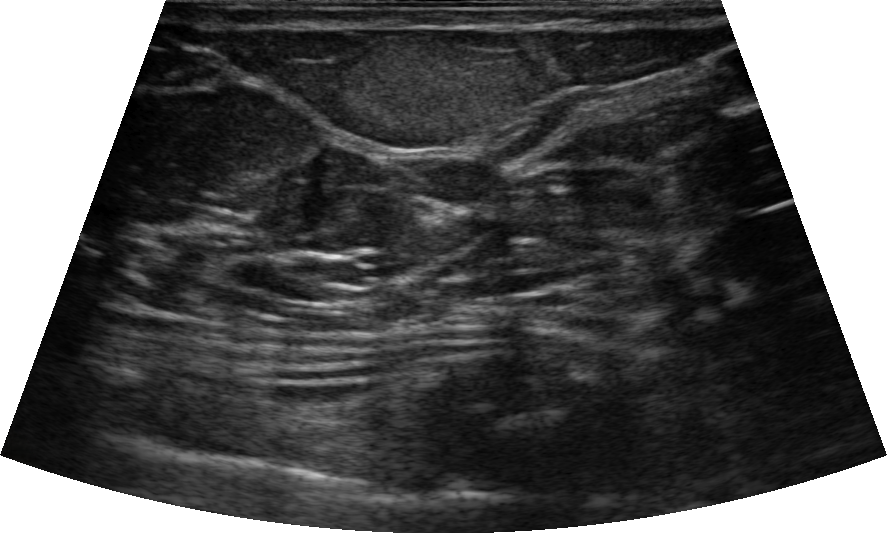
Imaging: breast ultrasound scan.
Segment the lesion: bounding box (336, 36) to (538, 135).